Breast ultrasound scan.
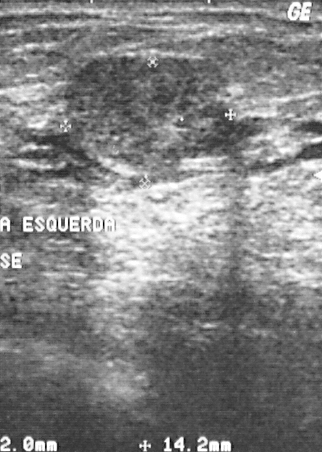
Biopsy or follow-up result: benign. The biopsy result was intraductal papilloma; the breast lesion is benign. BI-RADS category 4.